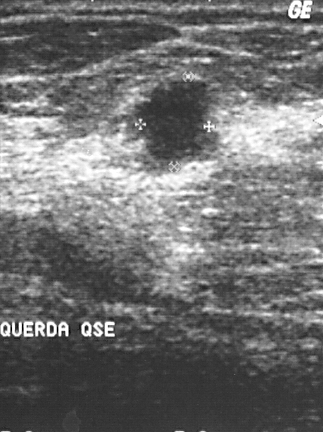
Modality: breast ultrasound scan.
This breast ultrasound scan shows a breast lesion. Assessment: BI-RADS 4. Pathology confirmed malignant invasive ductal carcinoma.